Imaging: breast sonogram.
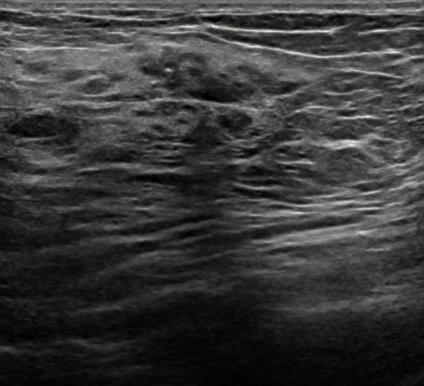
There is an irregular lesion that is heterogeneous, with margins that are not circumscribed (angular). No posterior acoustic features are seen. There is no echogenic halo. Calcifications: in a mass. BI-RADS 5; outcome on biopsy or follow-up: benign. Biopsy confirmed fibrosclerosis.